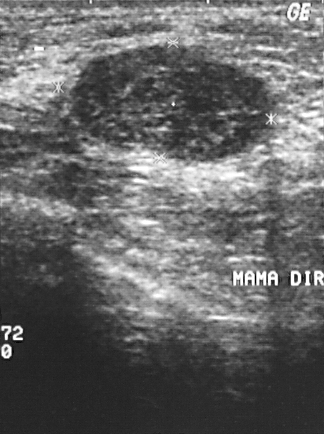
Imaging: B-mode breast ultrasound.
This B-mode breast ultrasound shows a breast lesion with confirmed outcome (biopsy or follow-up): benign, BI-RADS: 2.